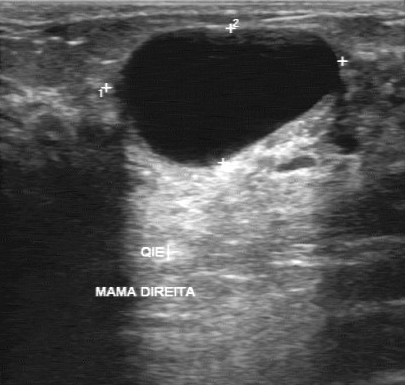
Imaging: breast ultrasound.
BI-RADS (second read): 2.